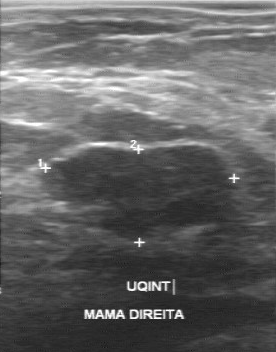
Acquired on GE Logiq 7 @10-14MHz. Modality: breast sonogram.
Outcome on biopsy or follow-up: benign.